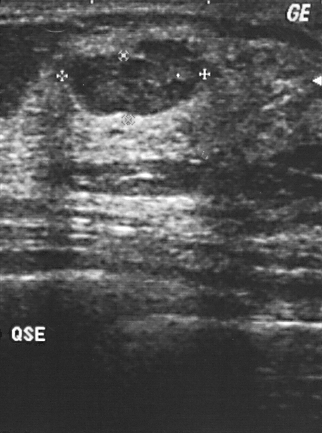
Breast ultrasound image.
Segment the mass: bounding box (70,55)-(197,116).